Scanner: GE Logiq 5 @10-12MHz. Breast US.
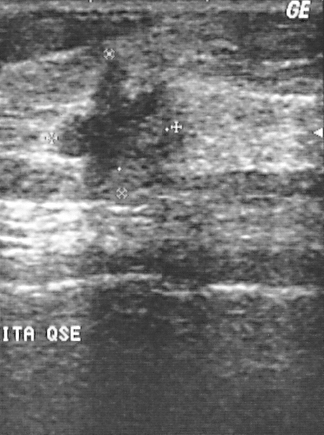
BI-RADS category 4.
Biopsy showed invasive ductal carcinoma.
Biopsy or follow-up result: malignant.